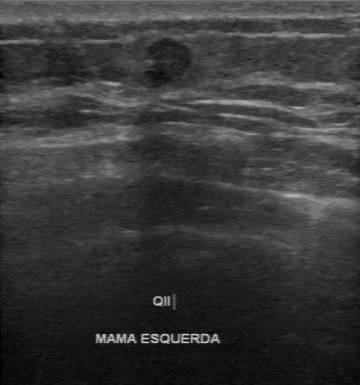
Breast US. Scanner: GE Logiq 7 @10-14MHz.
Breast US findings:
- BI-RADS category: 4
- biopsy or follow-up result: malignant